Imaging: breast ultrasound.
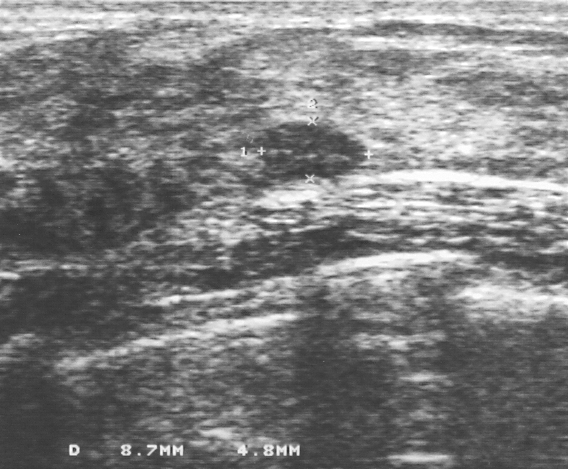
Lesion bounding box: x1=253, y1=124, x2=366, y2=181. The lesion is benign on biopsy or follow-up. BI-RADS 3.